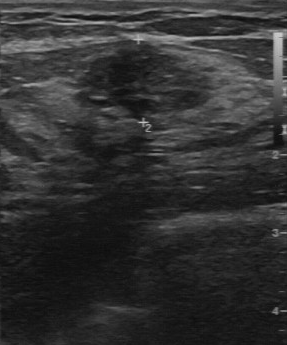
Acquired on GE Logiq 7 @10-14MHz. Modality: breast ultrasound scan.
Mass: benign on biopsy or follow-up.